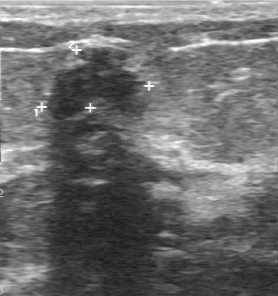
Imaging: B-mode breast ultrasound.
Confirmed outcome (biopsy or follow-up) is benign. Biopsy result: fibroadenoma. BI-RADS category: 2.